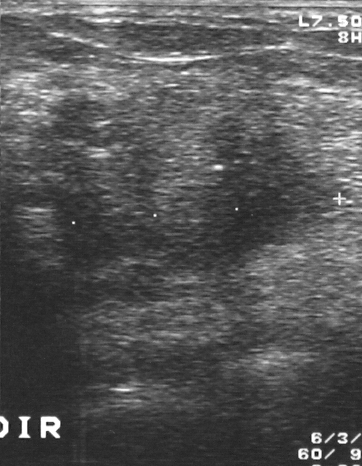
Modality: breast ultrasound image.
The BI-RADS category is 4.